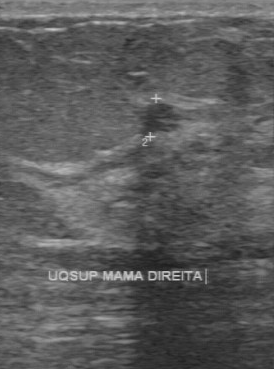
B-mode breast ultrasound. Scanner: GE Logiq 7 @10-14MHz.
Original-read BI-RADS category: 4.
On a second read by an independent reader:
No calcifications are seen.
The lesion boundary is clear.
The lesion is hypoechoic.
Margin: regular.
Histopathology: invasive ductal carcinoma (malignant).